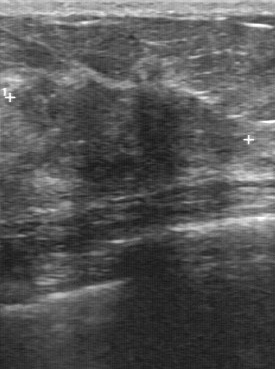
Imaging: breast ultrasound image.
The breast lesion demonstrates histopathology: invasive ductal carcinoma, BI-RADS: 5.